Imaging: breast ultrasound scan.
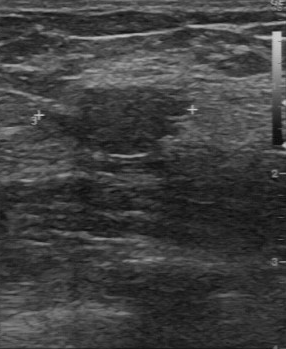
BI-RADS 4 in the original read; on a second read the margin is partially regular, the boundary fairly clear and the breast lesion slightly hypoechoic. There are no calcifications. Biopsy showed fibroadenoma, a benign finding.